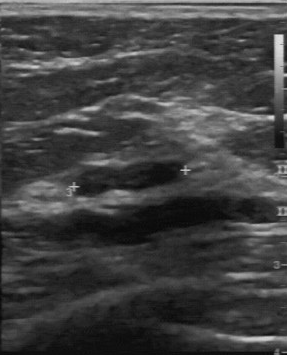
Breast ultrasound.
A mass is seen with BI-RADS (first reader): 2, BI-RADS on independent re-read: 3, slightly hypoechoic echo pattern, partially regular lesion margin.